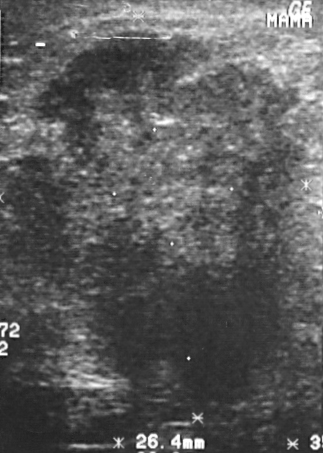
Breast ultrasound image.
A lesion is present on this breast ultrasound image. Assessment: BI-RADS 5. The biopsy result was invasive ductal carcinoma; the lesion is malignant.